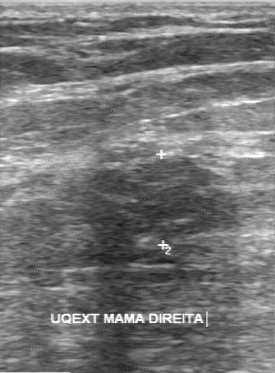
Imaging: breast ultrasound image.
The original reader assigned BI-RADS 4.
Descriptors from an independent second read (not the reader who assigned the category):
The margin is partially regular.
The lesion boundary is somewhat unclear.
Echo pattern: slightly hypoechoic.
No calcifications are seen.
Histopathology: fibroadenoma (benign).